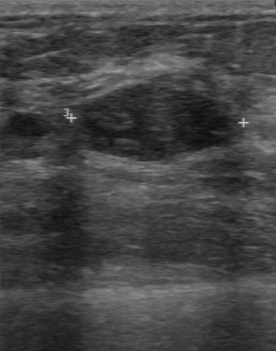
Modality: breast US.
BI-RADS 3 in the original read. Findings on the second read (an independent reader): a hypoechoic lesion, margin regular, boundary clear. There are no calcifications. Biopsy showed fibroadenoma, a benign finding.